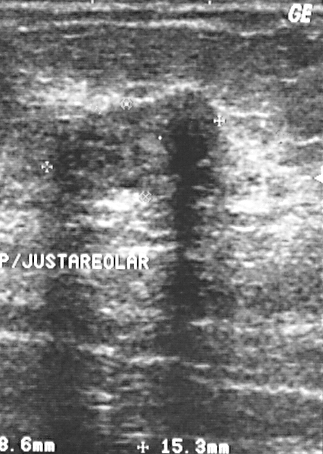
Breast US.
Coordinates are pixels in the 323x454 image. Lesion region of interest: x1=59, y1=89, x2=219, y2=189. The breast lesion is benign on biopsy or follow-up.